Modality: breast ultrasound image.
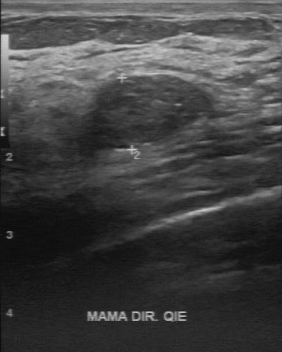
Finding: breast lesion, benign on biopsy or follow-up. (BI-RADS category 2.)